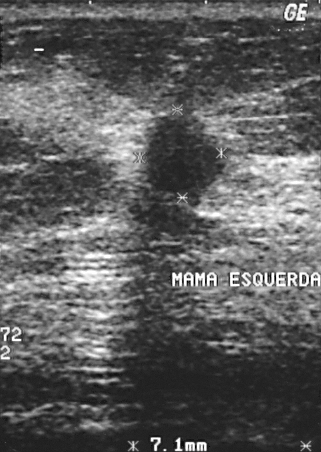
Imaging: breast sonogram.
- BI-RADS assessment: 4